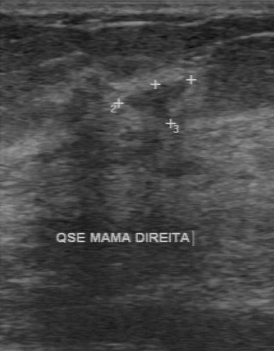
Imaging: breast ultrasound image. Acquired on GE Logiq 7 @10-14MHz.
Lesion characteristics:
- outcome on biopsy or follow-up: benign
- BI-RADS assessment: 4
- histopathology: hyperplasia